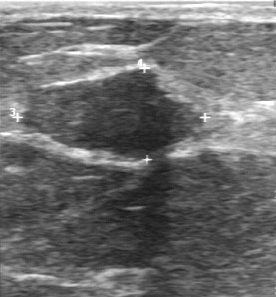
Breast US. Acquired on GE Logiq 7 @10-14MHz.
This breast US shows a finding with hypoechoic echo pattern, calcifications: none, partially regular margin, BI-RADS (second read): 3.